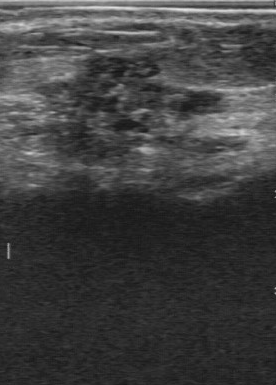
Modality: breast US.
The breast lesion was assessed as BI-RADS 5 by the original reader. Descriptors from an independent second read (not the reader who assigned the category): Internally the breast lesion is heterogeneous. Boundary: unclear. The breast lesion has an irregular margin. There are multiple clustered microcalcifications. Histopathology: ductal carcinoma in situ (malignant).